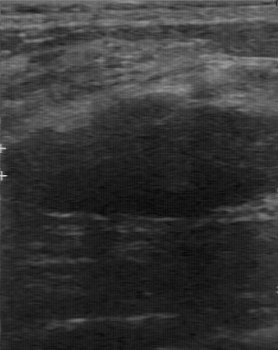
B-mode breast ultrasound. Scanner: GE Logiq 7 @10-14MHz.
BI-RADS 4 in the original read. Findings on the second read (an independent reader): a hypoechoic finding, margin regular, boundary clear. No calcifications are seen. The biopsy result was fibroadenoma; the finding is benign.